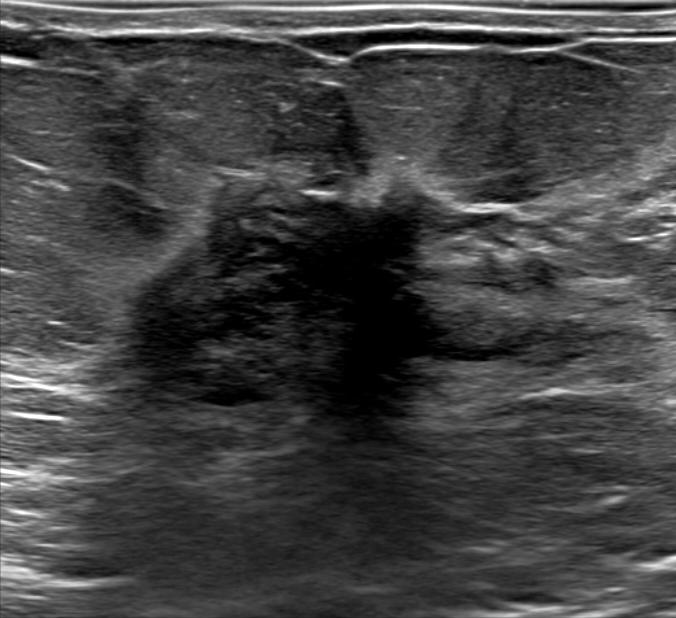
Breast sonogram.
Differential on reading: Suspicion of malignancy; Dysplasia. Outcome on biopsy or follow-up: malignant. BI-RADS assessment: 5. It has an irregular shape. Margins are not circumscribed, with spiculated and angular features. Echogenicity: heterogeneous. There are no posterior acoustic features. An echogenic halo is present. There are no calcifications. There is no skin thickening.